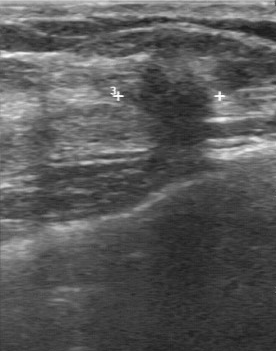
Imaging: breast ultrasound image.
Biopsy or follow-up result: malignant.